Modality: B-mode breast ultrasound.
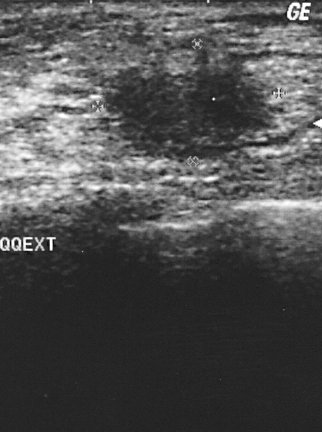
This B-mode breast ultrasound shows a lesion with biopsy result: invasive ductal carcinoma, BI-RADS: 4.